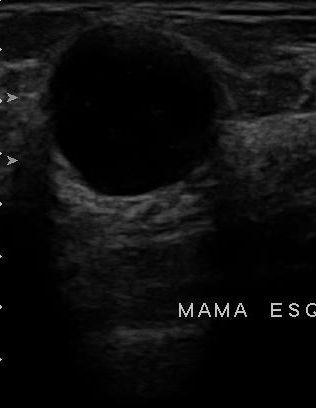
B-mode breast ultrasound. Scanner: U-Systems @10-14MHz.
The lesion was categorized BI-RADS 2 in the original read. A second, independent read describes the lesion as follows. The margin is regular. Its boundary is somewhat unclear. The lesion is hypoechoic. No calcifications are seen. Biopsy showed cyst, a benign finding.